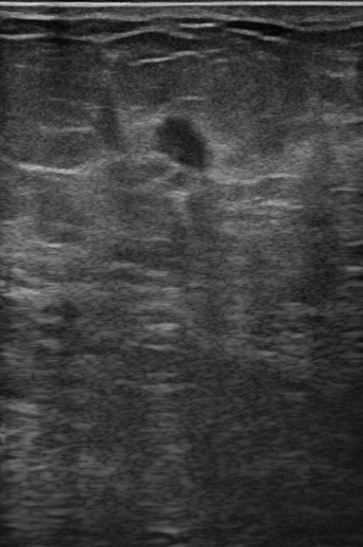
Background tissue composition: homogeneous: fat. Imaging: breast ultrasound image.
Findings: an irregular breast lesion of hypoechoic echotexture with non-circumscribed (indistinct) margins. There are no posterior acoustic features. Echogenic halo: absent. No calcifications are seen. BI-RADS assessment: 4C; biopsy or follow-up result: malignant. Radiologic interpretation: Suspicion of malignancy. Biopsy confirmed invasive carcinoma of no special type (NST).